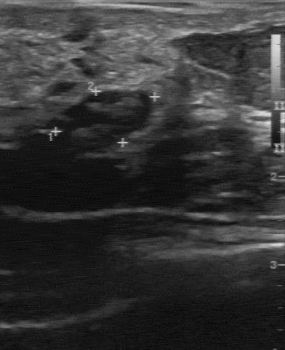
Imaging: breast US.
This breast US shows a lesion with biopsy or follow-up result: benign, BI-RADS category: 4.